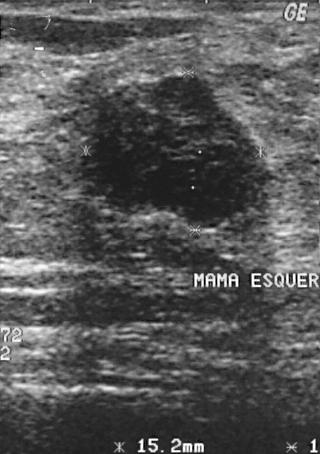
Imaging: B-mode breast ultrasound.
BI-RADS category: 4.
OUTCOME ON BIOPSY OR FOLLOW-UP: benign.